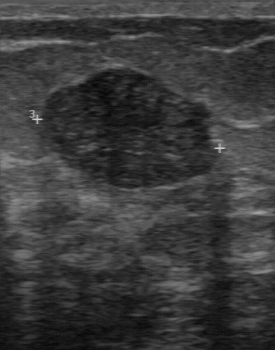
Modality: breast ultrasound scan.
The breast lesion was assessed as BI-RADS 3 by the original reader. A second reader, independent of the original assessment, describes a hypoechoic breast lesion with a regular margin; the boundary is clear. Calcifications: none. Biopsy showed fibroadenoma, a benign finding.